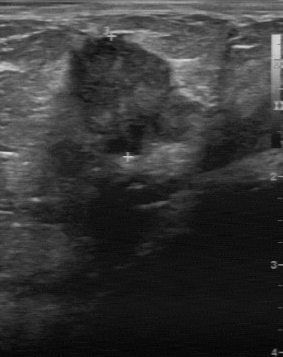
Acquired on GE Logiq 7 @10-14MHz. Breast sonogram.
(coordinates in a 283x357 pixel frame) The finding occupies approximately top-left (61, 35), bottom-right (201, 156).